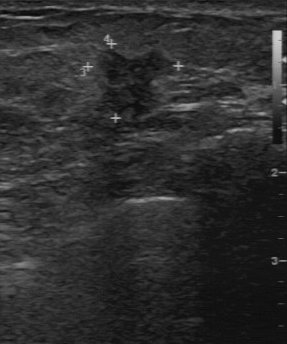
Modality: breast US.
The breast lesion demonstrates BI-RADS (second read): 4A, original BI-RADS: 4.